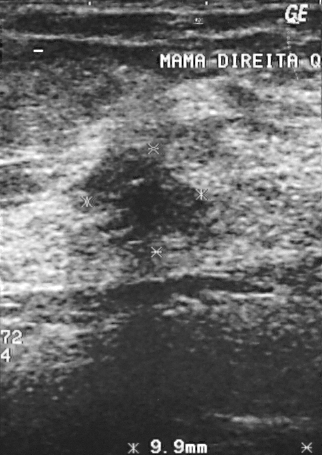
Modality: breast ultrasound image.
(coordinates in a 322x455 pixel frame) The lesion occupies approximately top-left (64, 146), bottom-right (208, 261). The lesion is malignant on biopsy or follow-up.